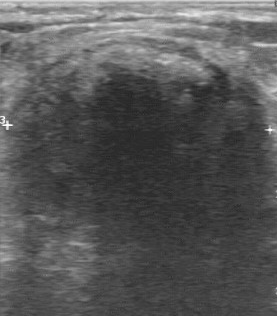
Breast ultrasound image. Scanner: GE Logiq 7 @10-14MHz.
Lesion boundary is clear. Confirmed outcome (biopsy or follow-up): benign. The lesion margin is regular. Echo pattern: anechoic. Calcifications are absent.